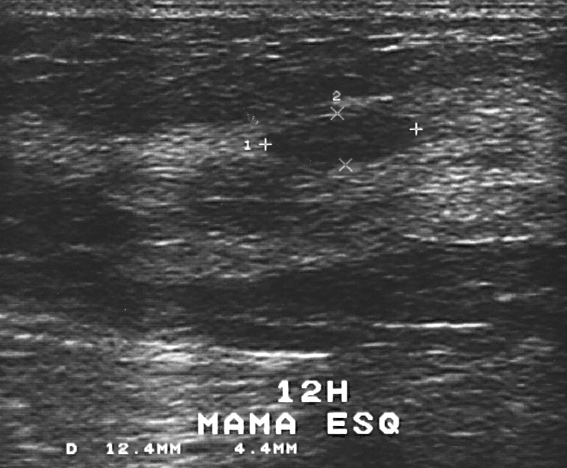
Imaging: breast sonogram.
A mass is present on this breast sonogram. It was assessed as BI-RADS 2. Biopsy showed fibroadenoma, a benign finding.